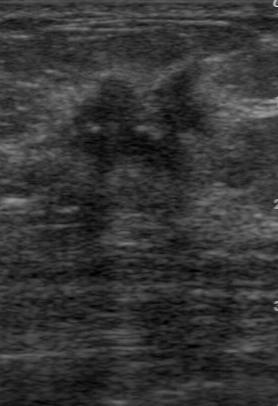
Imaging: breast ultrasound scan.
BI-RADS: 5.
OUTCOME ON BIOPSY OR FOLLOW-UP: malignant.